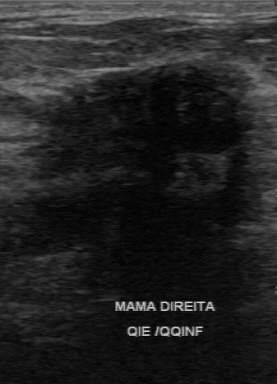
Imaging: breast sonogram.
FINDINGS: BI-RADS: 4. Biopsy result: invasive ductal carcinoma. Outcome on biopsy or follow-up: malignant.
OUTCOME ON BIOPSY OR FOLLOW-UP: malignant.